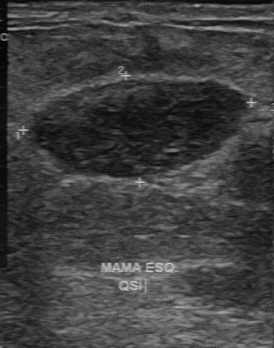
Modality: breast ultrasound scan. Scanner: GE Logiq 7 @10-14MHz.
FINDINGS: Calcifications: none. Lesion margin: regular. Boundary: clear. Internal echoes: heterogeneous.